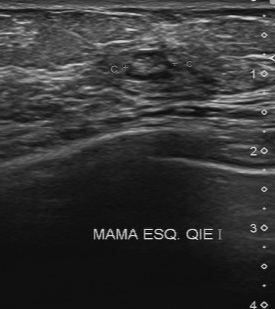
Breast US.
Original-read BI-RADS category: 3. Findings on the second read (an independent reader): a heterogeneous breast lesion, margin regular, boundary clear. The breast lesion contains multiple calcifications. Histopathology: fibrocystic changes (benign).